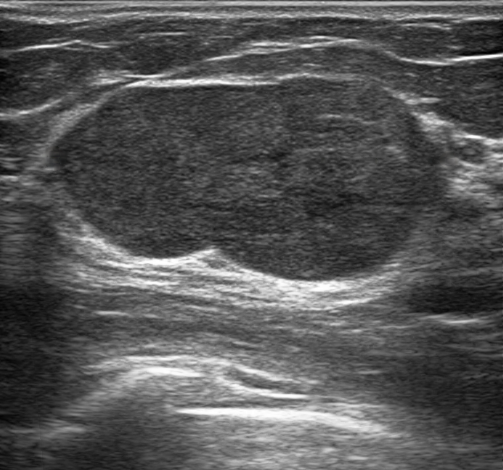
Breast sonogram.
Pixel coordinates (x1, y1, x2, y2): Lesion region of interest: (56, 70) to (456, 289). The breast lesion is benign on biopsy or follow-up.